Modality: breast US. Background echotexture is homogeneous: fibroglandular.
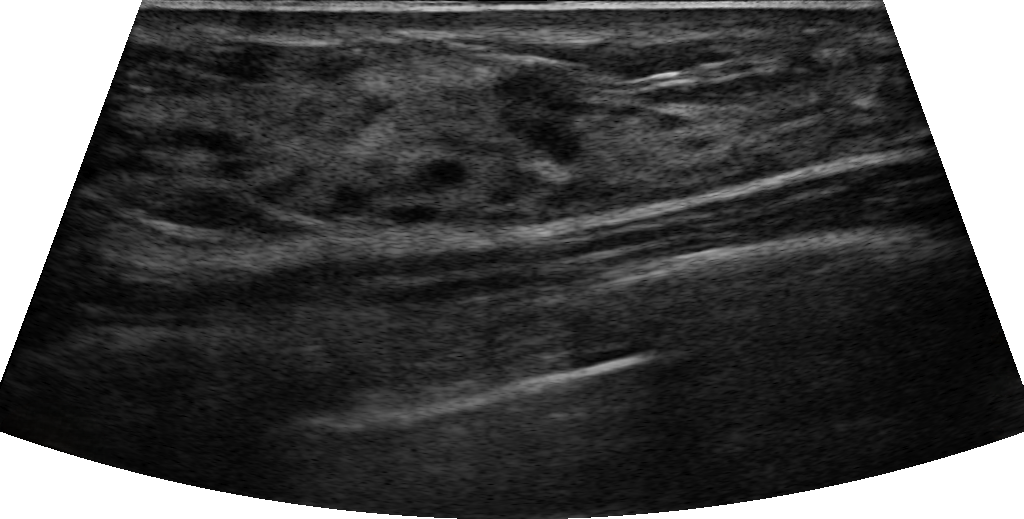
There is a round breast lesion that is heterogeneous, with a circumscribed margin. There are no posterior acoustic features. There are no calcifications. BI-RADS assessment: 3; biopsy or follow-up result: benign. Verification: follow-up care.